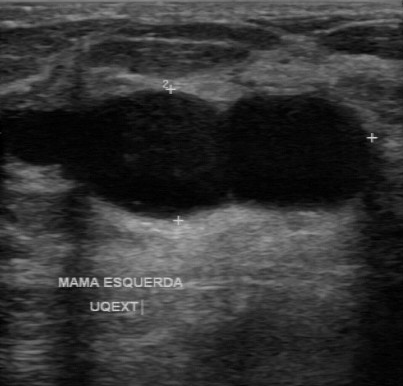
Imaging: breast ultrasound.
The finding demonstrates anechoic echo pattern, confirmed outcome (biopsy or follow-up): benign, histopathology: cyst, calcifications: absent, clear boundary, regular margin.